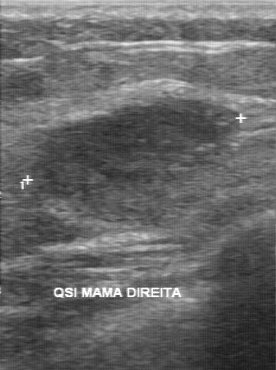
Imaging: breast ultrasound scan.
BI-RADS 4 in the original read.
A second, independent read describes the breast lesion as follows.
The breast lesion has a regular margin.
Its boundary is somewhat unclear.
Echo pattern: hypoechoic.
No calcifications are seen.
Histopathology: invasive ductal carcinoma (malignant).